Acquired on GE Logiq 5 @10-12MHz. Breast ultrasound.
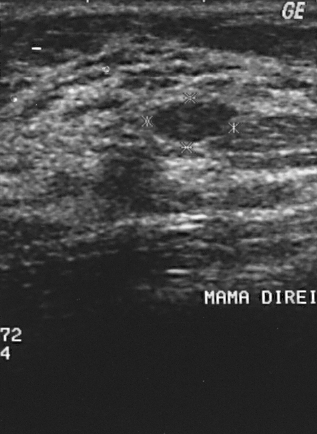
A finding is present on this breast ultrasound. Assessment: BI-RADS 2. Biopsy showed fibroadenoma, a benign finding.